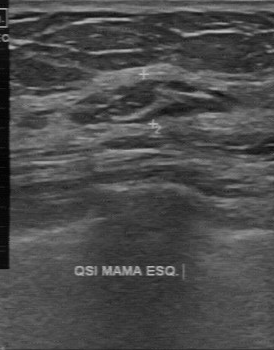
Modality: B-mode breast ultrasound.
Pixel coordinates (x1, y1, x2, y2): The breast lesion is located within the bounding box top-left (67, 81), bottom-right (237, 124). BI-RADS 2.